Acquired on GE Logiq 5 @10-12MHz. Imaging: breast ultrasound.
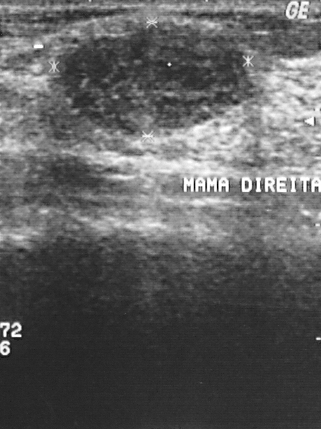
- BI-RADS assessment: 2
- biopsy result: fibroadenoma